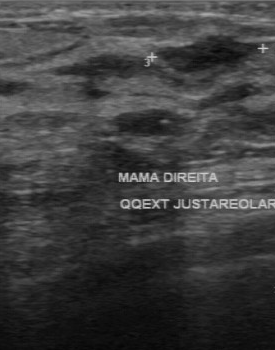
Imaging: breast sonogram.
The breast lesion was assessed as BI-RADS 3 by the original reader. A second, independent read describes the breast lesion as follows. The breast lesion has a partially regular margin. Its boundary is clear. Echo pattern: slightly hypoechoic. There are no calcifications. Biopsy showed sclerosing adenosis, a benign finding.